Breast US.
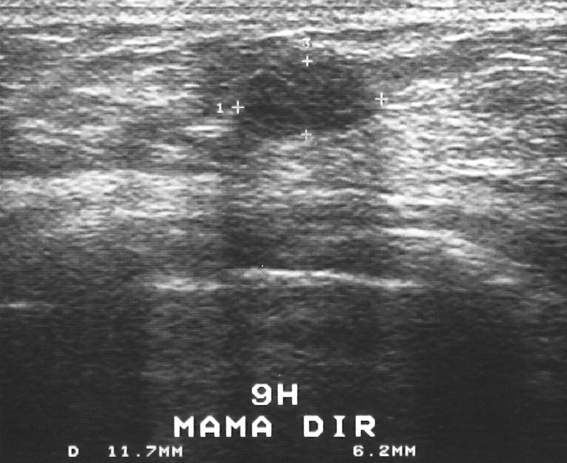
FINDINGS: Breast US. Histopathology: fibroadenoma. Biopsy or follow-up result: benign. BI-RADS: 3.
OUTCOME ON BIOPSY OR FOLLOW-UP: benign.